Breast ultrasound image.
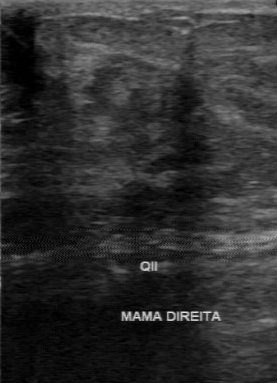
A mass is seen with BI-RADS on independent re-read: 4A, unclear boundary, original BI-RADS: 4, biopsy or follow-up result: malignant, calcifications: absent, irregular lesion margin.